Breast ultrasound image.
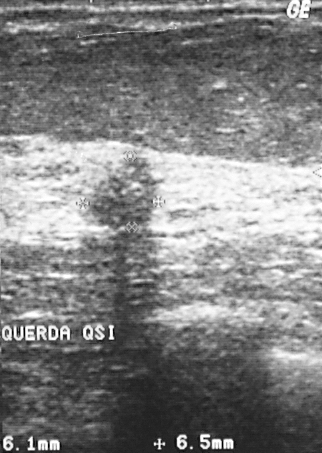
A breast lesion is present on this breast ultrasound image. It was assessed as BI-RADS 3. Pathology confirmed malignant invasive ductal carcinoma.